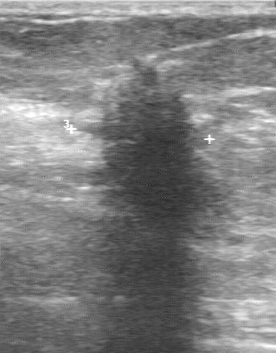
Modality: breast US.
BI-RADS (first reader) is 4. The BI-RADS on independent re-read is 5.